Modality: breast ultrasound scan. Scanner: GE Logiq 7 @10-14MHz.
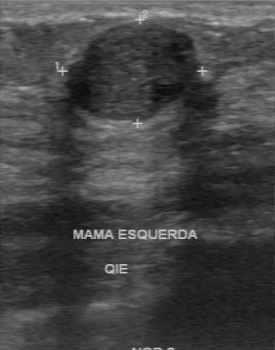
The original reader assigned BI-RADS 2. Descriptors from an independent second read (not the reader who assigned the category): Echo pattern: hypoechoic. No calcifications are seen. Margin: regular. Boundary: clear. Biopsy showed fibroadenoma, a benign finding.